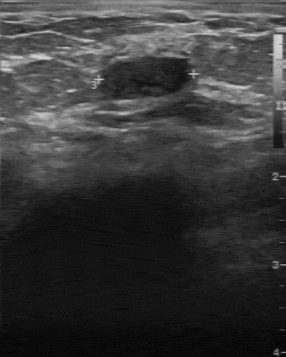
Breast ultrasound scan.
Coordinates are pixels in the 286x357 image. Lesion region of interest: [99, 58, 188, 96]. The mass is benign on biopsy or follow-up.